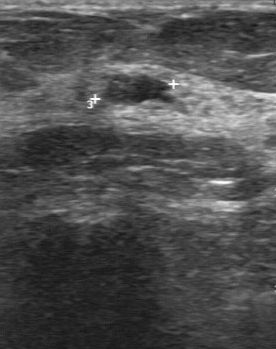
Breast ultrasound.
Breast ultrasound findings:
- BI-RADS assessment: 3